Breast ultrasound image.
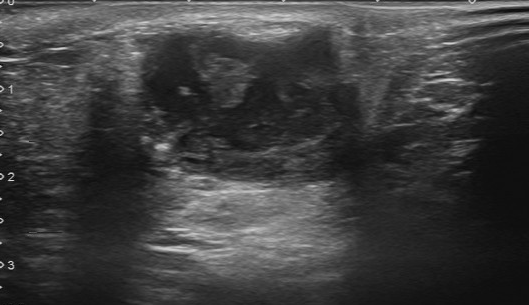
BI-RADS 4 in the original read; on a second read the margin is partially regular, the boundary somewhat unclear and the breast lesion mixed cystic and solid. Calcifications: suspected. Pathology confirmed malignant invasive ductal carcinoma.